Modality: breast ultrasound scan.
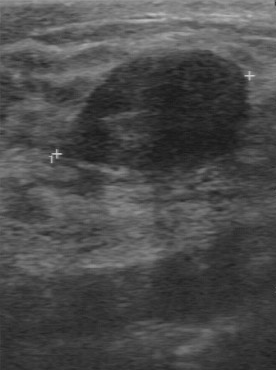
FINDINGS: Breast ultrasound scan. BI-RADS assessment: 3. Confirmed outcome (biopsy or follow-up): benign.
OUTCOME ON BIOPSY OR FOLLOW-UP: benign.